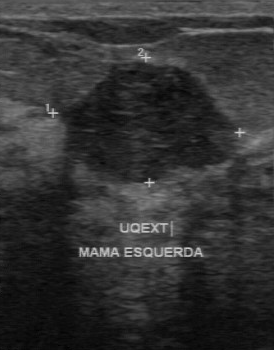
Imaging: breast sonogram.
BI-RADS 3 in the original read. The following findings are from a second reader, independent of the original assessment. Margin: regular. Its boundary is somewhat unclear. Echo pattern: hypoechoic. There are no calcifications. The biopsy result was fibroadenoma; the breast lesion is benign.